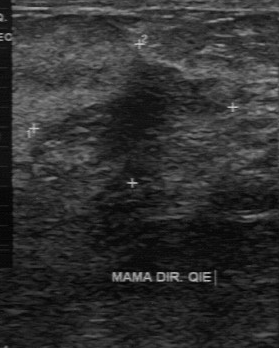
Breast ultrasound scan.
Mass: benign on biopsy or follow-up. BI-RADS 4.